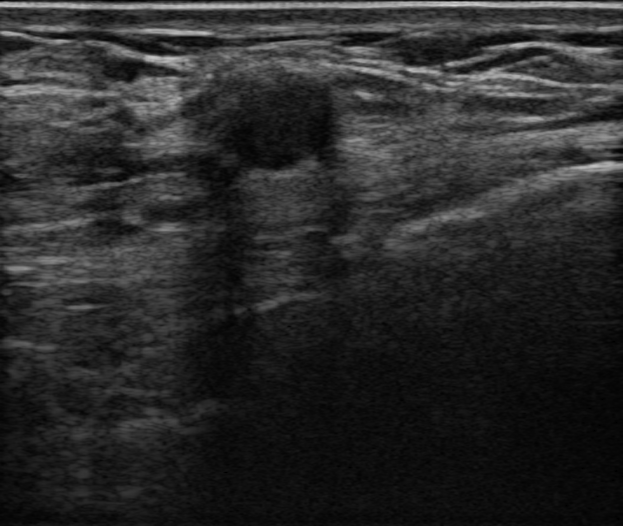
Modality: breast ultrasound scan. Background echotexture is homogeneous: fibroglandular.
Biopsy or follow-up result: benign.